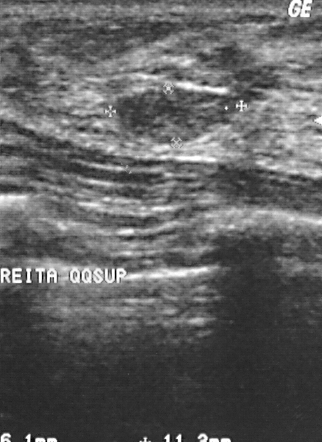
Imaging: breast ultrasound scan.
Assigned BI-RADS 2.
The biopsy result was fibroadenoma; the mass is benign.